Modality: breast ultrasound scan.
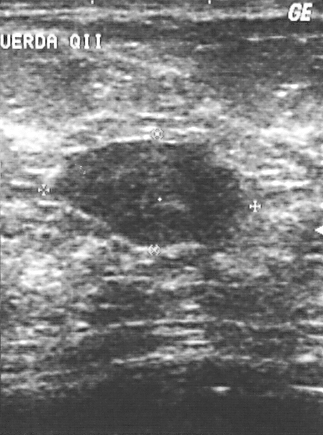
This breast ultrasound scan shows a finding with outcome on biopsy or follow-up: benign, BI-RADS category: 3.